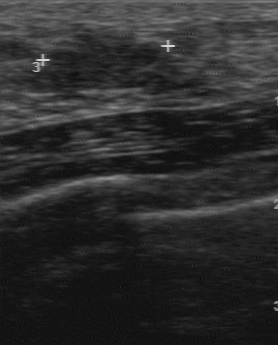
Modality: breast ultrasound image. Acquired on GE Logiq 7 @10-14MHz.
The original reader assigned BI-RADS 3.
A second, independent read describes the finding as follows.
The finding has a partially regular margin.
The lesion boundary is fairly clear.
Echo pattern: hypoechoic.
There are no calcifications.
Biopsy showed fibroadenoma, a benign finding.